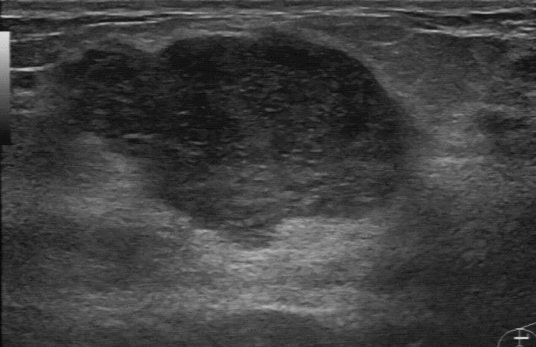
Breast ultrasound.
Biopsy or follow-up result: benign.